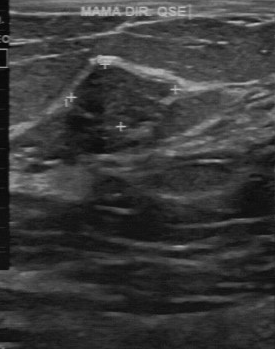
Imaging: B-mode breast ultrasound.
Biopsy or follow-up result: benign.